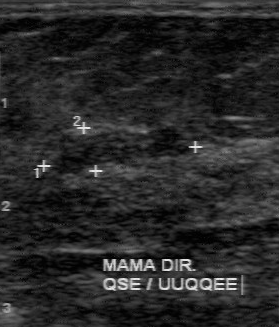
Breast sonogram.
FINDINGS: Breast sonogram. Contour: partially regular. Echogenicity: slightly hypoechoic. Lesion boundary: somewhat unclear. Calcifications: absent. Confirmed outcome (biopsy or follow-up): benign.
OUTCOME ON BIOPSY OR FOLLOW-UP: benign.